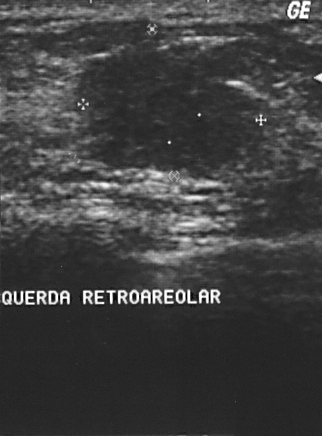
Imaging: breast ultrasound.
A lesion is present on this breast ultrasound. Assessment: BI-RADS 4. Histopathology: invasive ductal carcinoma (malignant).